Imaging: breast US.
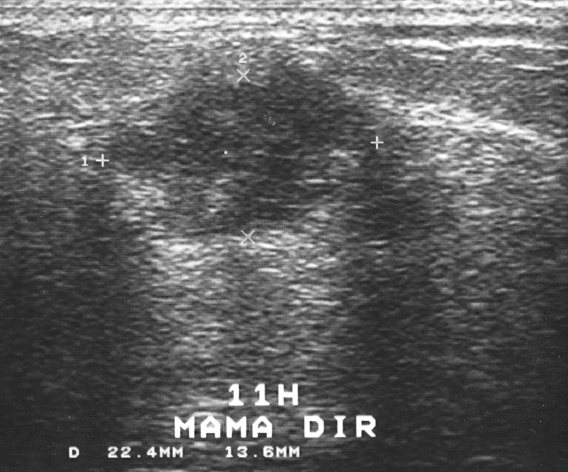
Biopsy or follow-up result: malignant.